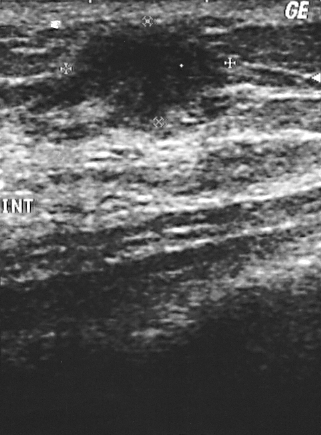
Imaging: breast sonogram.
Lesion characteristics:
- BI-RADS category: 3